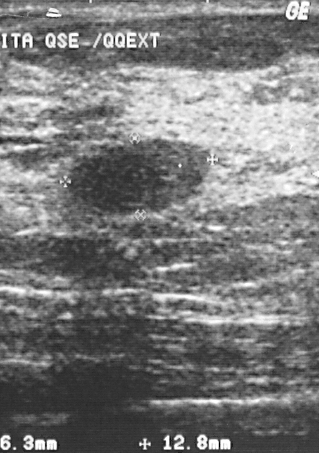
Breast ultrasound scan.
Biopsy or follow-up result: benign. The breast lesion is assessed as BI-RADS 2. Histopathology: fibroadenoma (benign).